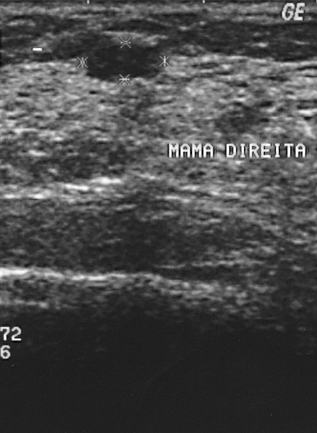
Breast ultrasound. Acquired on GE Logiq 5 @10-12MHz.
This breast ultrasound shows a mass. It was assessed as BI-RADS 2. Biopsy showed fibroadenoma, a benign finding.